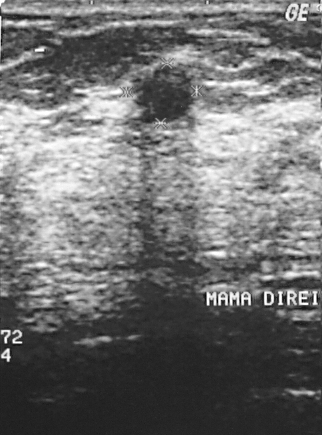
B-mode breast ultrasound.
A lesion is present on this B-mode breast ultrasound. BI-RADS category 2. Biopsy showed cyst, a benign finding.